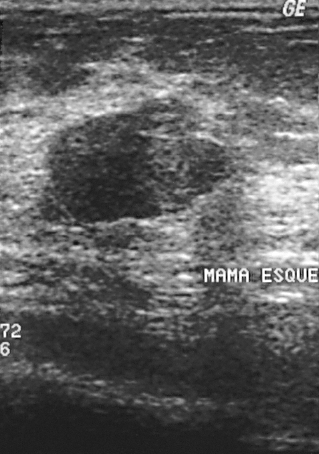
Imaging: breast ultrasound.
The breast lesion occupies approximately [36, 98, 236, 227]. The breast lesion is benign on biopsy or follow-up.